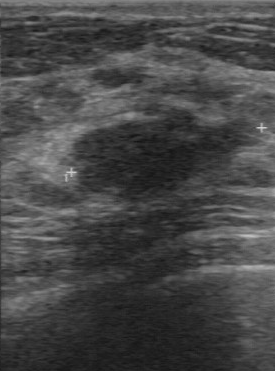
Modality: breast ultrasound scan.
Finding: breast lesion, benign on biopsy or follow-up. (BI-RADS category 4.)